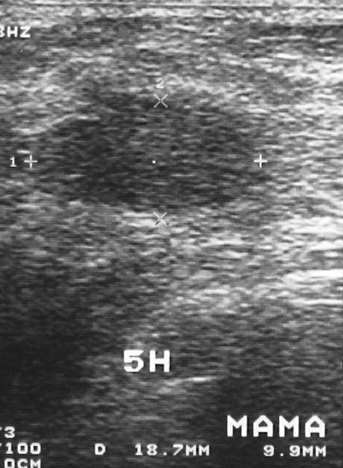
Acquired on GE Logiq 5 @10-12MHz. Breast ultrasound.
The breast lesion is benign on biopsy or follow-up. Assigned BI-RADS 3. The biopsy result was fibroadenoma; the breast lesion is benign.